Acquired on GE Logiq 7 @10-14MHz. Breast US.
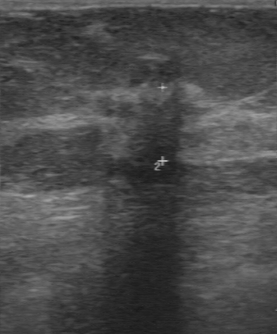
The lesion was assessed as BI-RADS 4 by the original reader. On a second, independent read, a lesion with an irregular margin and an unclear boundary is seen; it is slightly hypoechoic. Pathology confirmed malignant invasive ductal carcinoma.